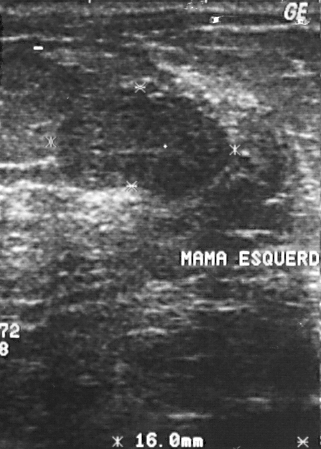
Imaging: breast ultrasound.
Finding: mass, benign on biopsy or follow-up. (BI-RADS category 2.)